Acquired on GE Logiq 5 @10-12MHz. Imaging: breast sonogram.
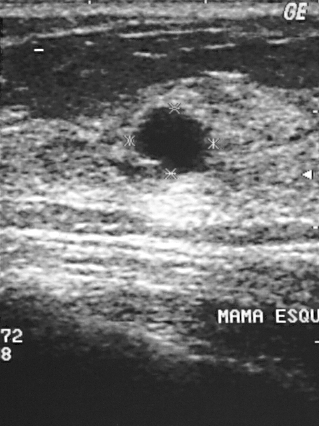
A breast lesion is seen. BI-RADS category 2. Pathology confirmed benign cyst.